Imaging: breast ultrasound scan.
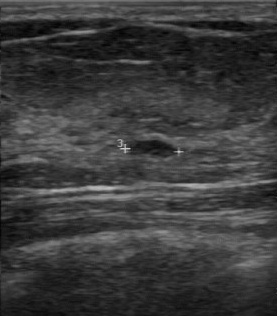
The mass was assessed as BI-RADS 2 by the original reader. On a second read by an independent reader: Margin: regular. Its boundary is clear. Internally the mass is hypoechoic. Calcifications: none. Histopathology: cyst (benign).